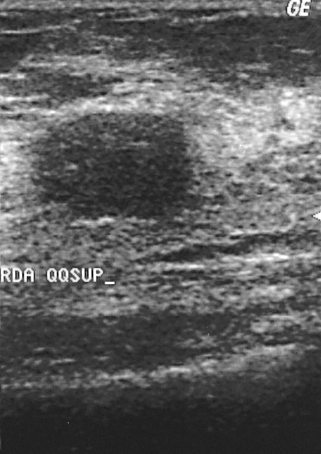
B-mode breast ultrasound.
(coordinates in a 321x454 pixel frame) Lesion bounding box: 35 114 196 219. The lesion is benign on biopsy or follow-up. BI-RADS 2.